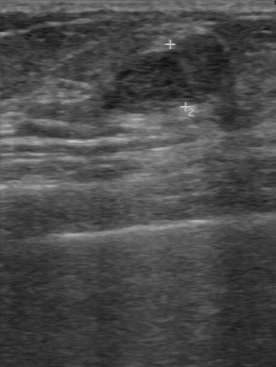
Imaging: breast US.
A finding is seen with regular lesion margin, BI-RADS (second read): 3, calcifications: none, original BI-RADS: 3.